Breast US.
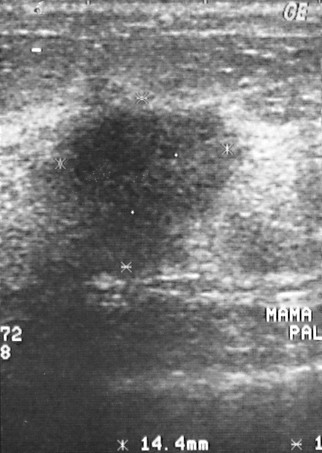
This breast US shows a finding. It was assessed as BI-RADS 4. The biopsy result was invasive ductal carcinoma; the finding is malignant.